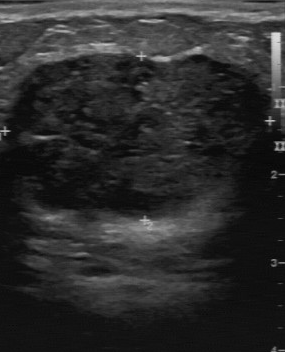
Modality: breast ultrasound image. Scanner: GE Logiq 7 @10-14MHz.
Lesion characteristics:
- boundary: fairly clear
- internal echoes: mixed cystic and solid
- confirmed outcome (biopsy or follow-up): benign
- calcifications: suspected
- margin: regular